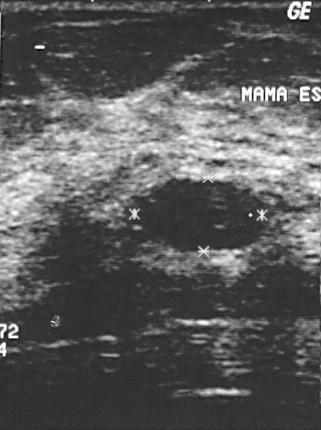
Modality: B-mode breast ultrasound.
Outcome on biopsy or follow-up: benign.